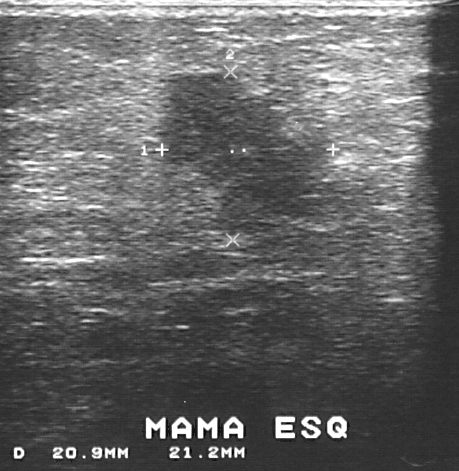
Modality: breast US.
BI-RADS assessment is 4.